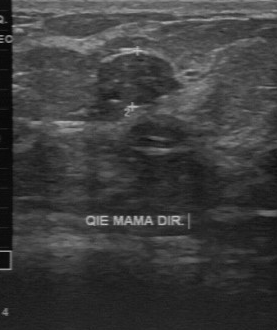
Breast ultrasound scan. Scanner: GE Logiq 7 @10-14MHz.
BI-RADS category: 3. Biopsy result: fibroadenoma. Confirmed outcome (biopsy or follow-up): benign.
OUTCOME ON BIOPSY OR FOLLOW-UP: benign.